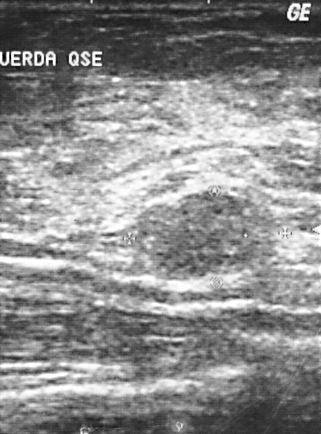
B-mode breast ultrasound. Acquired on GE Logiq 5 @10-12MHz.
Coordinates are pixels in the 321x434 image. Breast lesion bounding box: 123 191 283 282.